Acquired on Toshiba Aplio 300 @12-14 MHz. Modality: breast US.
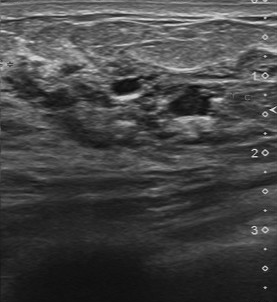
FINDINGS: Breast US. Original BI-RADS: 5. BI-RADS (second read): 3. Biopsy or follow-up result: benign.
OUTCOME ON BIOPSY OR FOLLOW-UP: benign.